Breast ultrasound.
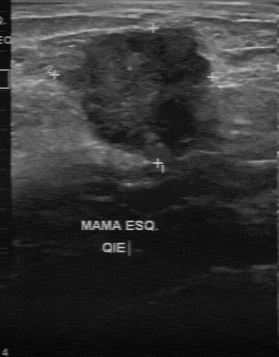
Lesion characteristics:
- histopathology: invasive ductal carcinoma
- outcome on biopsy or follow-up: malignant
- BI-RADS: 5